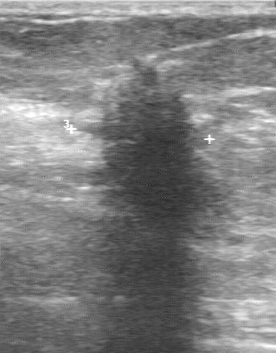
Imaging: breast ultrasound scan.
Breast ultrasound scan findings:
- biopsy result: invasive lobular carcinoma
- BI-RADS assessment: 4